Modality: B-mode breast ultrasound.
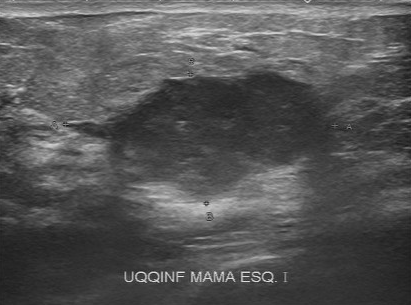
Pixel coordinates (x1, y1, x2, y2): Segment the mass: bounding box top-left (65, 70), bottom-right (336, 194). The mass is malignant on biopsy or follow-up.